Imaging: breast ultrasound scan.
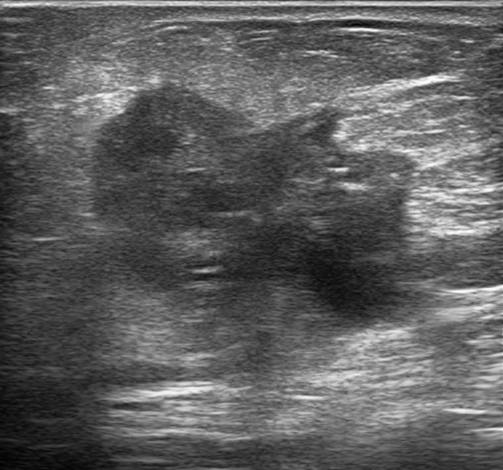
Pixel coordinates (x1, y1, x2, y2): The finding occupies approximately top-left (92, 80), bottom-right (432, 370). The finding is malignant on biopsy or follow-up.